Imaging: breast ultrasound. Scanner: GE Logiq 5 @10-12MHz.
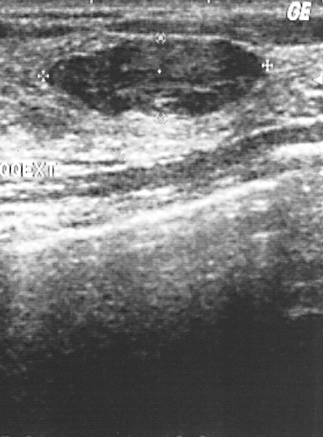
Coordinates are pixels in the 323x437 image. The lesion is located within the bounding box (47, 39) to (259, 116). The lesion is benign on biopsy or follow-up.